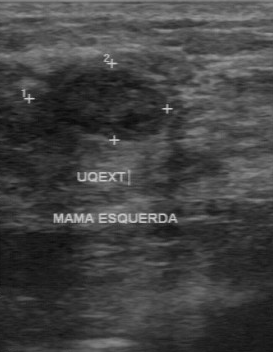
Imaging: breast sonogram.
Breast sonogram findings:
- biopsy or follow-up result: benign
- BI-RADS category: 4